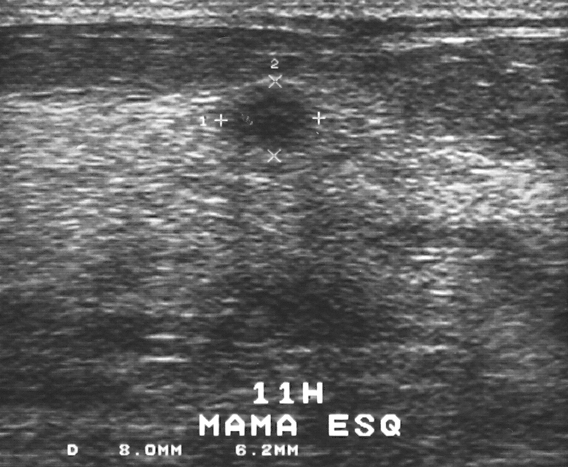
Modality: B-mode breast ultrasound.
This B-mode breast ultrasound shows a lesion. BI-RADS category 4. Histopathology: fat necrosis (benign).